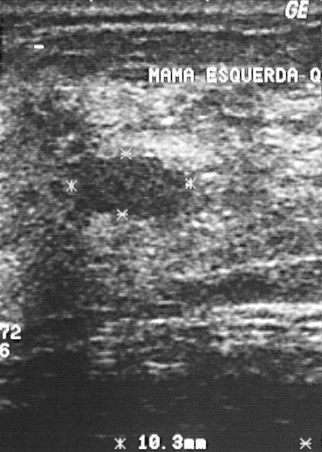
Modality: breast ultrasound.
Biopsy or follow-up result: benign.